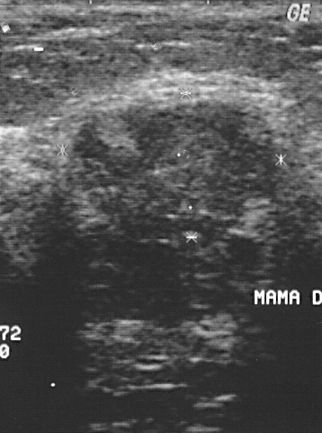
Imaging: B-mode breast ultrasound.
Outcome on biopsy or follow-up: malignant. The biopsy result was invasive ductal carcinoma. BI-RADS assessment: 4.